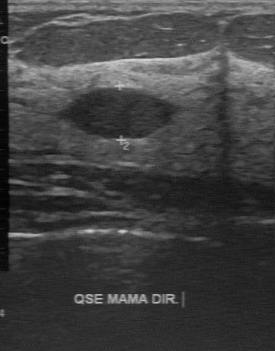
Modality: breast sonogram.
The breast lesion was assessed as BI-RADS 2 by the original reader.
The following findings are from a second reader, independent of the original assessment.
The breast lesion is hypoechoic.
Boundary: clear.
The breast lesion has a regular margin.
No calcifications are seen.
Histopathology: fibroadenoma (benign).